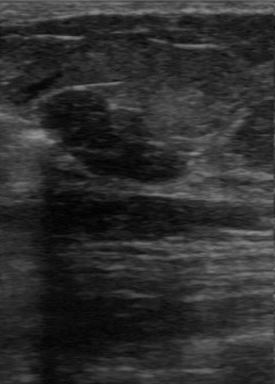
Breast ultrasound image.
Pathology: fibroadenoma. Outcome on biopsy or follow-up: benign. BI-RADS assessment: 3.
OUTCOME ON BIOPSY OR FOLLOW-UP: benign.